Scanner: GE Logiq 7 @10-14MHz. Imaging: breast sonogram.
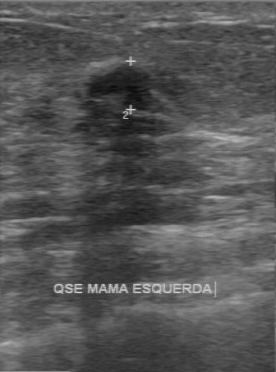
This breast sonogram shows a finding, benign on biopsy or follow-up.